Breast ultrasound image. Age 60.
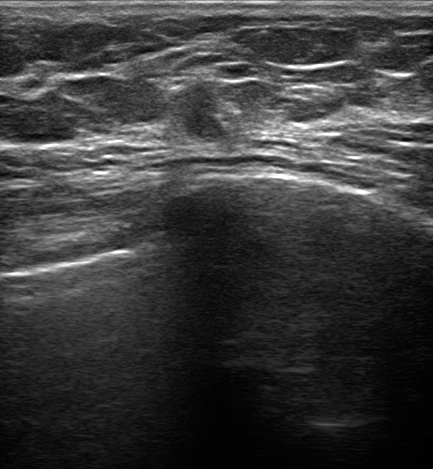
Pixel coordinates (x1, y1, x2, y2): Lesion bounding box: (171, 84) to (229, 144).